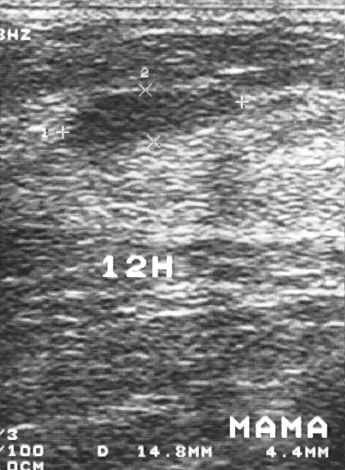
Scanner: GE Logiq 5 @10-12MHz. Breast ultrasound.
Coordinates are pixels in the 345x470 image. The breast lesion is located within the bounding box [71, 90, 240, 145]. BI-RADS 3.